Imaging: breast US.
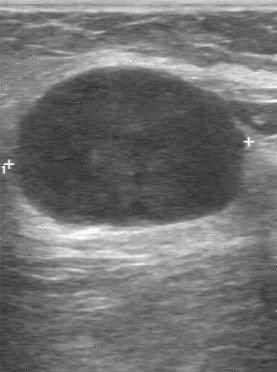
- BI-RADS category: 4